Breast ultrasound.
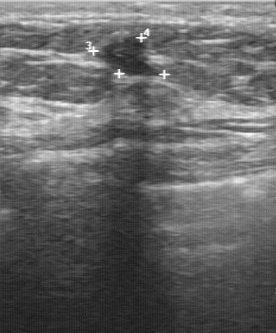
FINDINGS: Breast ultrasound. BI-RADS assessment: 4.
OUTCOME ON BIOPSY OR FOLLOW-UP: benign.